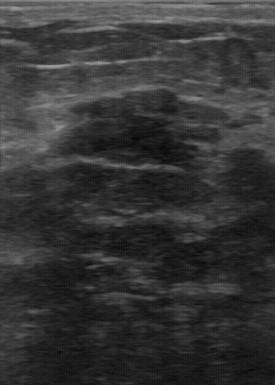
Modality: breast ultrasound scan.
The mass occupies approximately [49, 113, 204, 214]. BI-RADS 4.